Age 67. Breast ultrasound image. Background echotexture is homogeneous: fat.
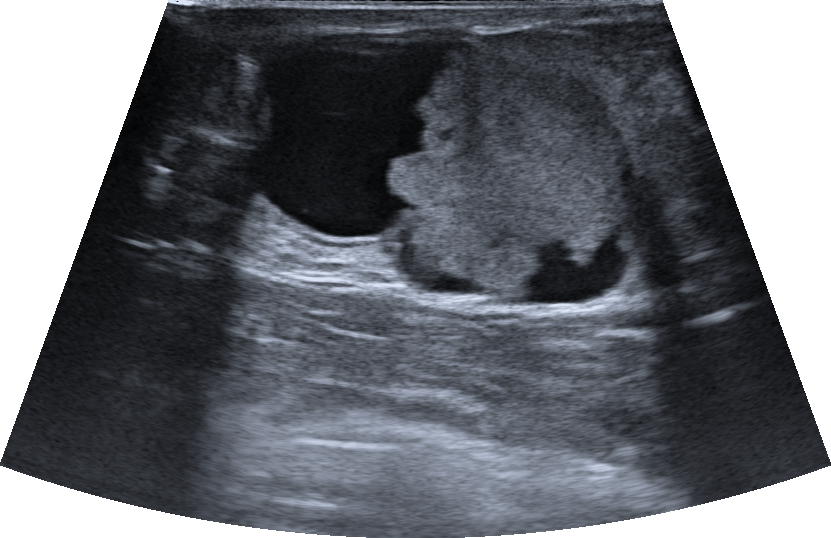
Biopsy or follow-up result: malignant. (BI-RADS category 4B.)